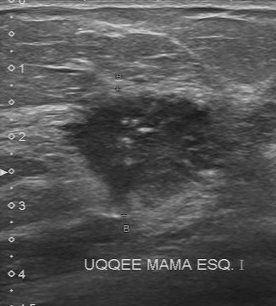
Imaging: breast ultrasound image.
Segment the finding: bounding box (56,89)-(241,213).